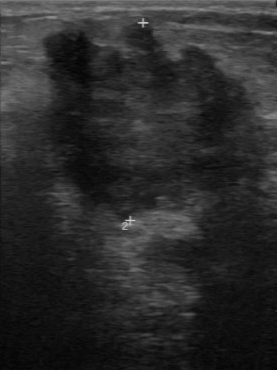
Imaging: B-mode breast ultrasound.
Original-read BI-RADS category: 5. The following findings are from a second reader, independent of the original assessment. There are no calcifications. Margin: irregular. Boundary: unclear. Echo pattern: heterogeneous. The biopsy result was invasive ductal carcinoma; the finding is malignant.